Acquired on GE Logiq 5 @10-12MHz. B-mode breast ultrasound.
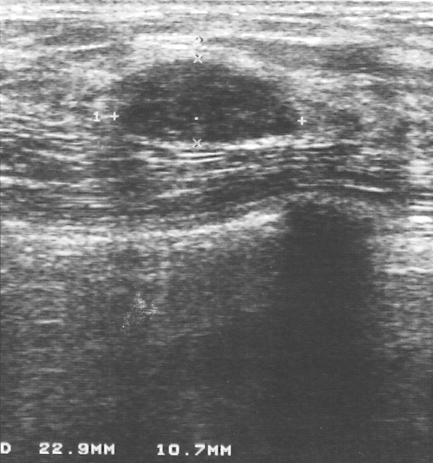
Biopsy or follow-up result: benign. (BI-RADS category 2.)